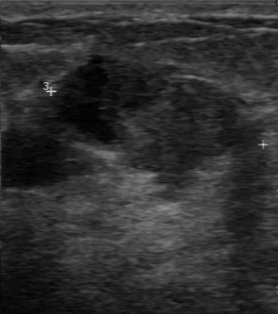
Breast ultrasound scan.
The breast lesion is benign on biopsy or follow-up.